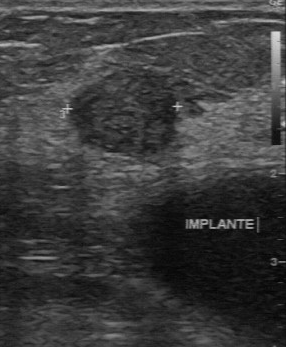
Modality: breast ultrasound.
Outcome on biopsy or follow-up: benign. BI-RADS assessment: 3.
OUTCOME ON BIOPSY OR FOLLOW-UP: benign.